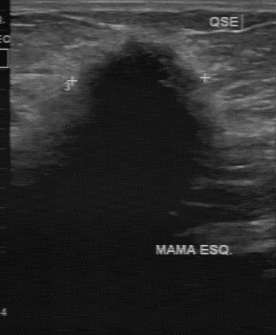
B-mode breast ultrasound.
- lesion boundary: unclear
- outcome on biopsy or follow-up: malignant
- margin: irregular
- internal echoes: hypoechoic
- calcifications: absent